Breast sonogram.
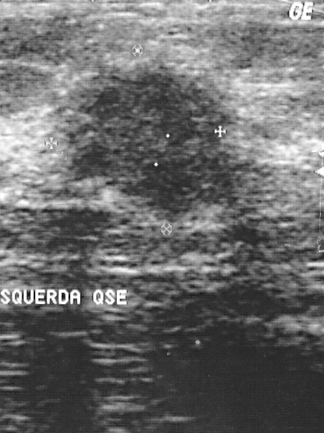
The finding is assessed as BI-RADS 4. The finding is malignant on biopsy or follow-up. The biopsy result was invasive ductal carcinoma.